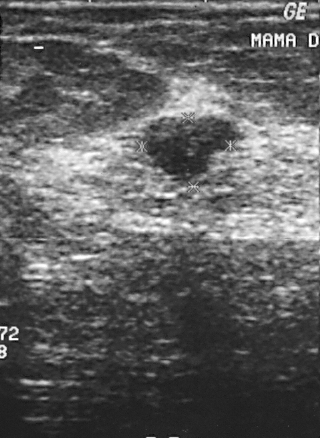
Breast ultrasound image.
Mass: benign on biopsy or follow-up.